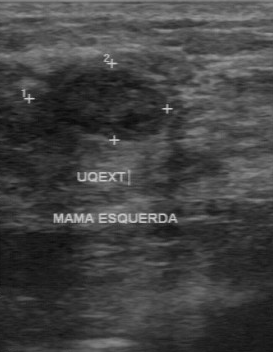
Imaging: breast ultrasound image. Acquired on GE Logiq 7 @10-14MHz.
The original reader assigned BI-RADS 4. A second reader, independent of the original assessment, describes a hypoechoic lesion with a regular margin; the boundary is clear. Calcifications: none. Biopsy showed fibroadenoma, a benign finding.